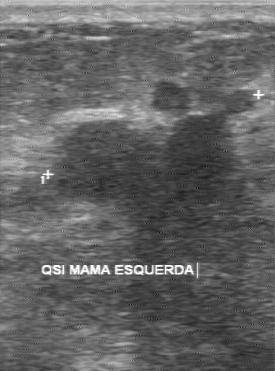
Imaging: breast ultrasound scan.
(coordinates in a 275x371 pixel frame) The mass occupies approximately top-left (52, 82), bottom-right (255, 235).